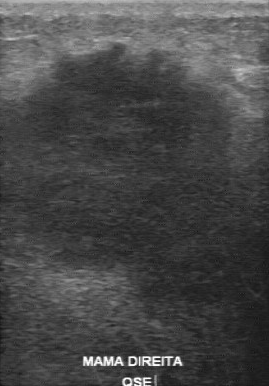
Acquired on GE Logiq 7 @10-14MHz. Modality: breast ultrasound.
Lesion characteristics:
- margin: irregular
- outcome on biopsy or follow-up: malignant
- boundary: unclear
- echogenicity: hypoechoic
- calcifications: absent